Imaging: B-mode breast ultrasound.
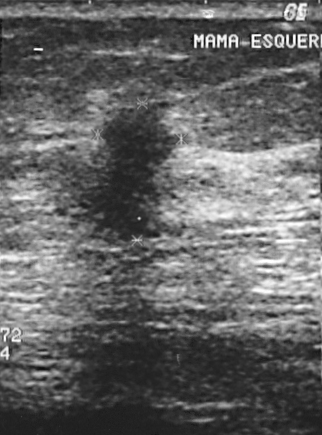
This B-mode breast ultrasound shows a mass with histopathology: invasive ductal carcinoma, BI-RADS category: 4.